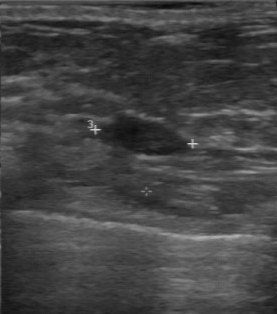
Acquired on GE Logiq 7 @10-14MHz. Imaging: B-mode breast ultrasound.
BI-RADS 3 in the original read. On a second, independent read, a mass with a regular margin and a clear boundary is seen; it is hypoechoic. There are no calcifications. Histopathology: fibroadenoma (benign).